Modality: breast sonogram.
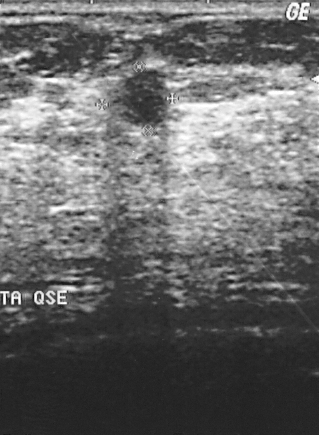
(coordinates in a 319x435 pixel frame) Lesion region of interest: x1=114, y1=70, x2=169, y2=128.